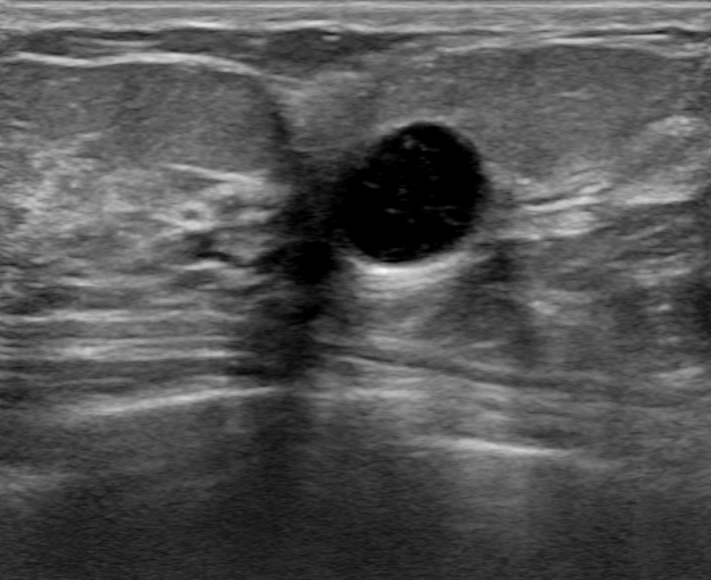
Background echotexture is heterogeneous: predominantly fibroglandular. Breast ultrasound image.
Calcifications: none.
The margin is circumscribed.
Its echo pattern is anechoic.
Posterior enhancement is present.
No skin thickening is seen.
It has a round shape.
Echogenic halo: absent.
The lesion is assessed as BI-RADS 2.
Differential on reading: Simple cyst.